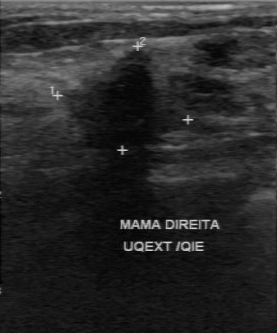
Imaging: B-mode breast ultrasound.
The finding was assessed as BI-RADS 5 by the original reader. On a second read by an independent reader: Margin: irregular. The lesion boundary is somewhat unclear. Echo pattern: hypoechoic. There are no calcifications. The biopsy result was invasive ductal carcinoma; the finding is malignant.